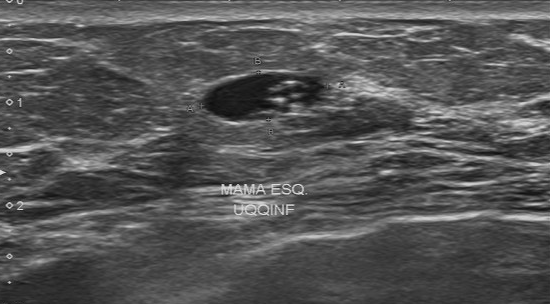
Modality: breast ultrasound.
Biopsy or follow-up result: benign. (BI-RADS category 4.)